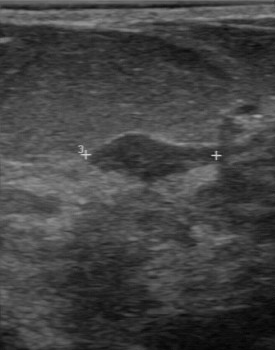
Imaging: breast ultrasound image.
Outcome on biopsy or follow-up: benign. BI-RADS 3.